Modality: breast US.
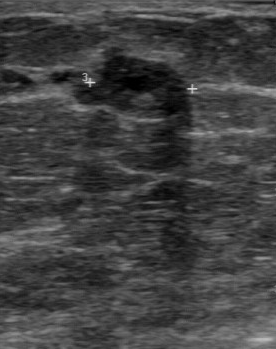
Lesion characteristics:
- BI-RADS category: 4
- biopsy result: intraductal papilloma